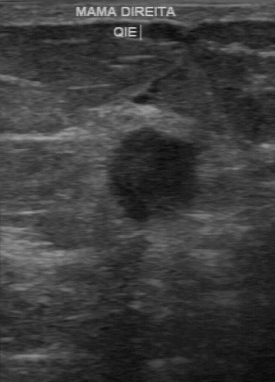
Imaging: breast US.
Original-read BI-RADS category: 4. On a second, independent read, a mass with a partially regular margin and a fairly clear boundary is seen; it is hypoechoic. No calcifications are seen. The biopsy result was invasive ductal carcinoma; the mass is malignant.